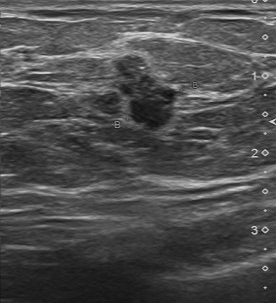
Acquired on Toshiba Aplio 300 @12-14 MHz. Breast ultrasound scan.
Breast ultrasound scan findings:
- calcifications: suspected
- echo pattern: slightly hypoechoic
- lesion margin: partially regular
- lesion boundary: somewhat unclear
- outcome on biopsy or follow-up: malignant
- pathology: invasive ductal carcinoma
- independent BI-RADS assessment: 4A